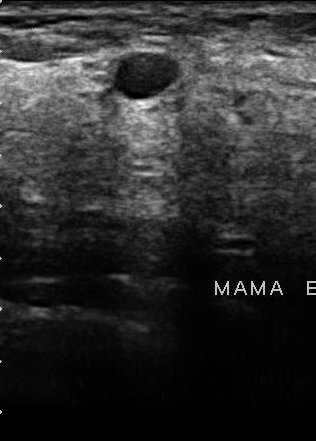
Imaging: breast ultrasound scan.
FINDINGS: Margin: regular. Biopsy result: fibroadenoma. Independent BI-RADS assessment: 3. Calcifications: none. Echogenicity: anechoic. BI-RADS (first reader): 2.